Imaging: breast sonogram.
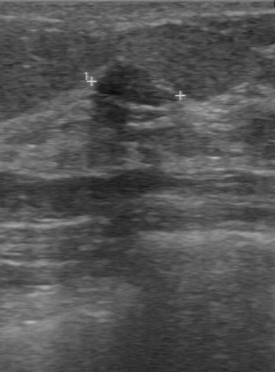
Outcome on biopsy or follow-up: benign. BI-RADS 3.